Breast ultrasound scan.
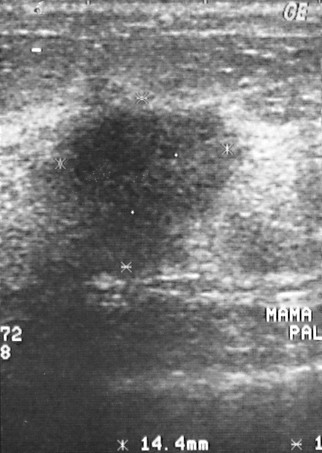
BI-RADS: 4.
OUTCOME ON BIOPSY OR FOLLOW-UP: malignant.